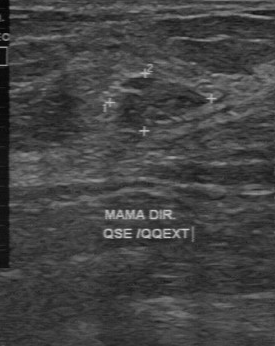
Acquired on GE Logiq 7 @10-14MHz. Modality: breast ultrasound scan.
Finding: breast lesion, benign on biopsy or follow-up. (BI-RADS category 2.)